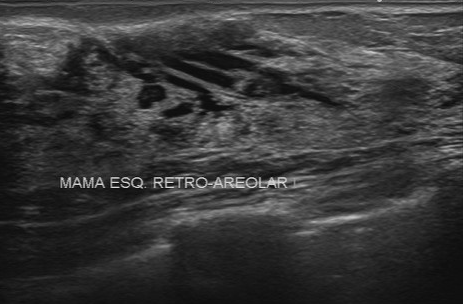
Breast ultrasound. Acquired on Toshiba Aplio 300 @12-14 MHz.
A breast lesion is seen with original BI-RADS: 4, unclear boundary, irregular lesion margin, histopathology: fibrocystic changes, second-reader BI-RADS: 3, heterogeneous echo pattern, calcifications: absent.